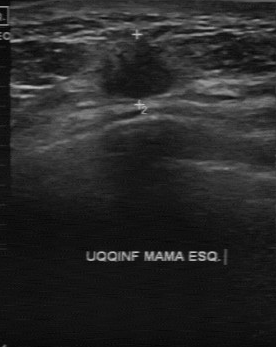
Breast sonogram.
BI-RADS 4 in the original read.
On a second read by an independent reader:
The margin is irregular.
Boundary: unclear.
The finding is hypoechoic.
Calcifications: none.
Histopathology: invasive lobular carcinoma (malignant).